Modality: breast ultrasound image. Scanner: GE Logiq 7 @10-14MHz.
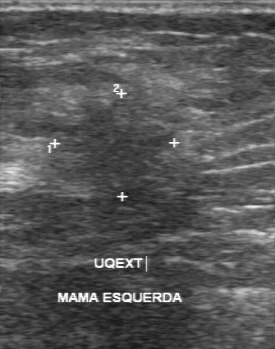
BI-RADS 5 in the original read; on a second read the margin is irregular, the boundary unclear and the lesion slightly hypoechoic. No calcifications are seen. Histopathology: invasive ductal carcinoma (malignant).